Scanner: GE Logiq 7 @10-14MHz. Imaging: B-mode breast ultrasound.
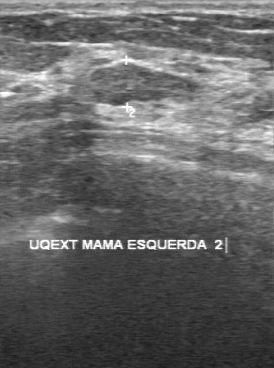
This B-mode breast ultrasound shows a lesion with BI-RADS category: 3.